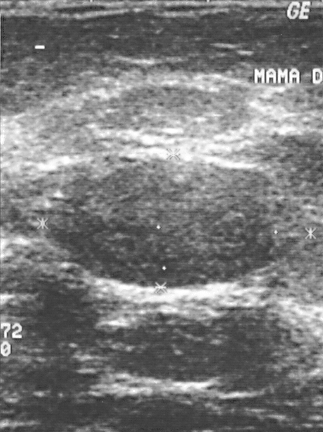
Modality: breast ultrasound scan.
A lesion is seen. BI-RADS category 2. Biopsy showed fibroadenoma, a benign finding.